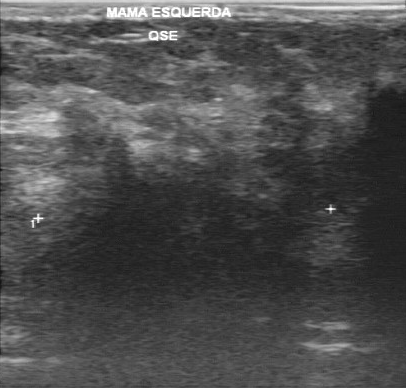
Modality: B-mode breast ultrasound.
The finding was assessed as BI-RADS 5 by the original reader. A second, independent read describes the finding as follows. Margin: irregular. Boundary: unclear. Echo pattern: hypoechoic. There are no calcifications. Biopsy showed invasive lobular carcinoma, a malignant finding.